Imaging: breast ultrasound.
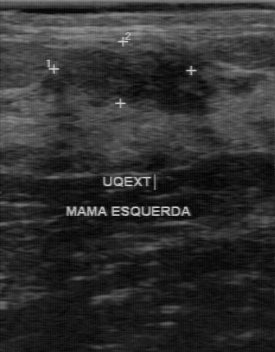
FINDINGS: Breast ultrasound. Calcifications: absent. BI-RADS on independent re-read: 3. BI-RADS (first reader): 2. Boundary: fairly clear. Lesion margin: regular.
OUTCOME ON BIOPSY OR FOLLOW-UP: benign.